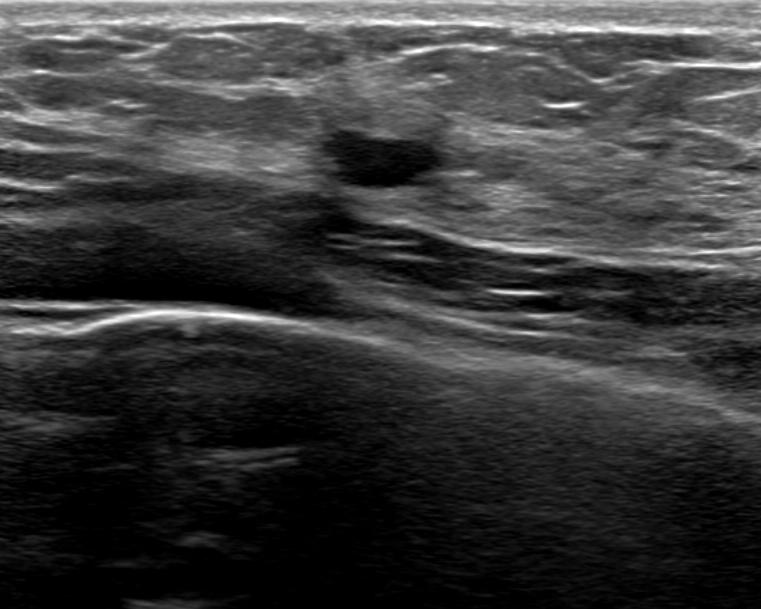
Modality: breast US.
Pixel coordinates (x1, y1, x2, y2): Segment the mass: bounding box (325,121)-(437,187).